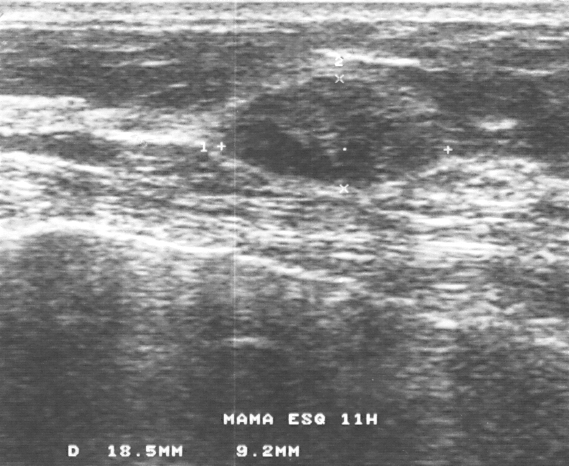
Modality: B-mode breast ultrasound.
A mass is present on this B-mode breast ultrasound. BI-RADS category 3. Biopsy showed fibroadenoma, a benign finding.